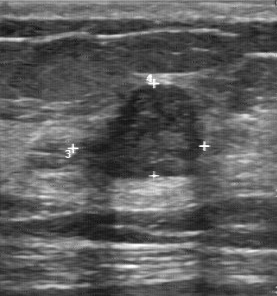
Breast ultrasound.
Lesion characteristics:
- biopsy result: invasive ductal carcinoma
- internal echoes: slightly hypoechoic
- lesion boundary: fairly clear
- calcifications: absent
- confirmed outcome (biopsy or follow-up): malignant
- margin: partially regular